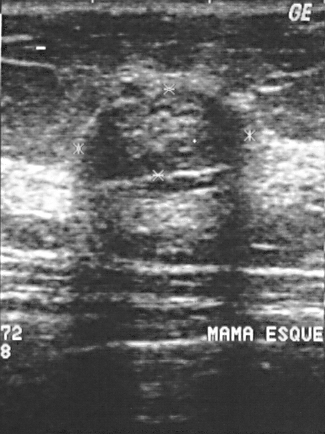
Scanner: GE Logiq 5 @10-12MHz. Breast ultrasound image.
This breast ultrasound image shows a mass, benign on biopsy or follow-up.